Scanner: GE Logiq 7 @10-14MHz. Modality: breast US.
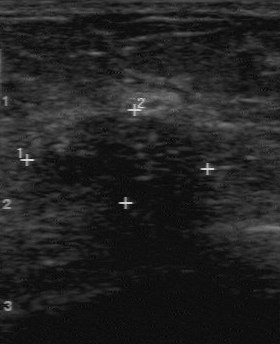
The breast lesion is malignant on biopsy or follow-up.